Breast ultrasound scan. Acquired on GE Logiq 7 @10-14MHz.
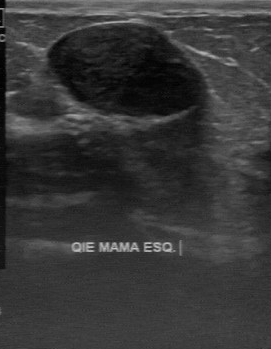
Lesion characteristics:
- biopsy or follow-up result: benign
- BI-RADS assessment: 2
- biopsy result: fibroadenoma